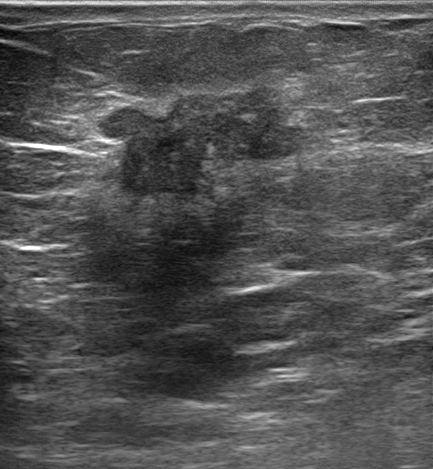
Modality: breast ultrasound.
Outcome on biopsy or follow-up: malignant. (BI-RADS category 5.)